Modality: breast sonogram.
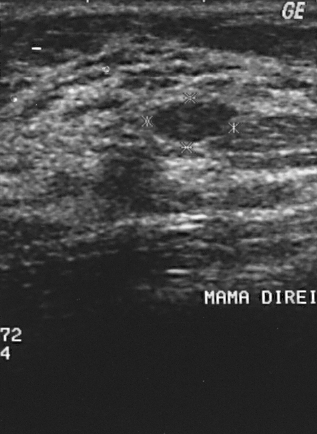
Biopsy or follow-up result: benign. The biopsy result was fibroadenoma. The lesion is assessed as BI-RADS 2.